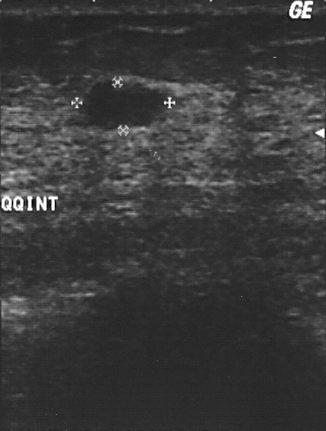
Acquired on GE Logiq 5 @10-12MHz. Breast US.
FINDINGS: Histopathology: fibroadenoma. BI-RADS assessment: 2.
OUTCOME ON BIOPSY OR FOLLOW-UP: benign.